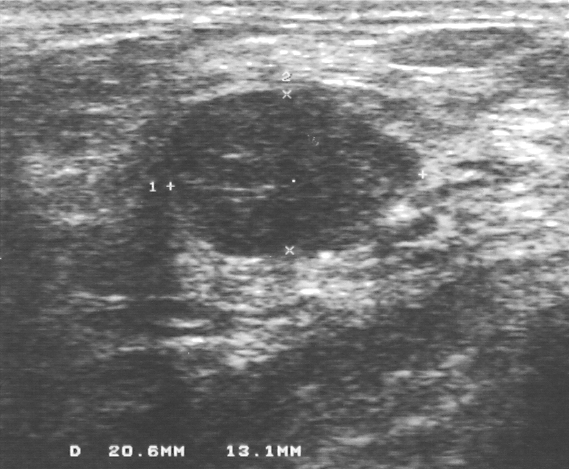
Acquired on GE Logiq 5 @10-12MHz. Imaging: breast sonogram.
The mass demonstrates BI-RADS: 3, biopsy or follow-up result: benign.